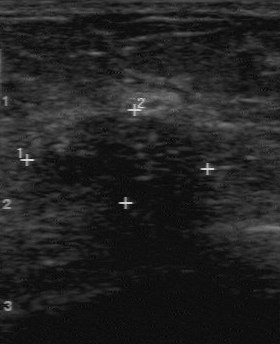
Imaging: B-mode breast ultrasound.
BI-RADS 4 in the original read; on a second read the margin is irregular, the boundary unclear and the breast lesion heterogeneous. Calcifications: suspected. The biopsy result was invasive ductal carcinoma; the breast lesion is malignant.